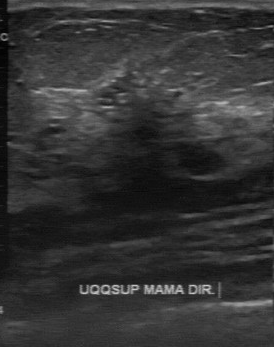
Breast ultrasound. Acquired on GE Logiq 7 @10-14MHz.
Biopsy or follow-up result: benign.